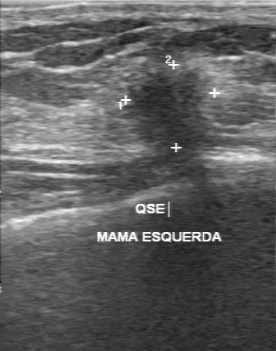
Imaging: B-mode breast ultrasound.
Mass: malignant on biopsy or follow-up.